Modality: breast ultrasound.
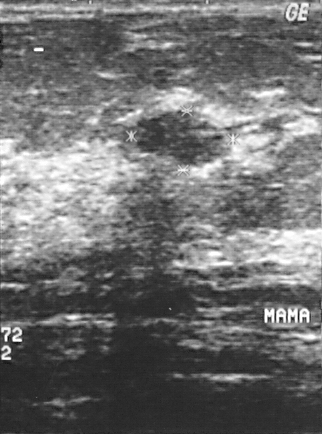
(coordinates in a 322x434 pixel frame) The mass occupies approximately (132,110)-(234,170).